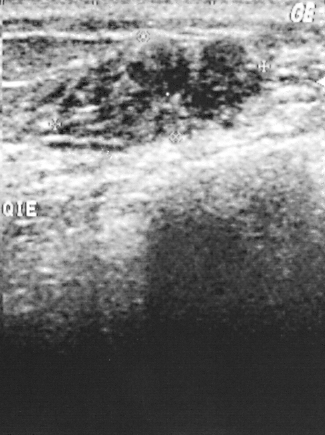
Breast ultrasound. Scanner: GE Logiq 5 @10-12MHz.
Coordinates are pixels in the 325x435 image. Segment the finding: bounding box top-left (21, 34), bottom-right (267, 154). The finding is malignant on biopsy or follow-up.